Modality: breast ultrasound scan.
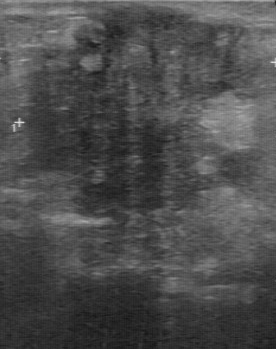
The breast lesion was assessed as BI-RADS 4 by the original reader.
The following findings are from a second reader, independent of the original assessment.
The breast lesion is heterogeneous.
The lesion boundary is unclear.
The margin is irregular.
Calcification is suspected.
Biopsy showed invasive ductal carcinoma, a malignant finding.